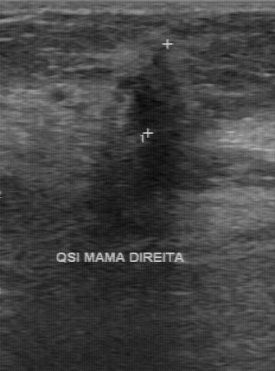
Imaging: breast ultrasound image.
This breast ultrasound image shows a mass, malignant on biopsy or follow-up. BI-RADS 4.